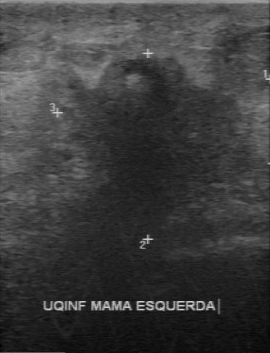
Modality: breast US.
The lesion occupies approximately 63 57 240 233. The lesion is malignant on biopsy or follow-up.